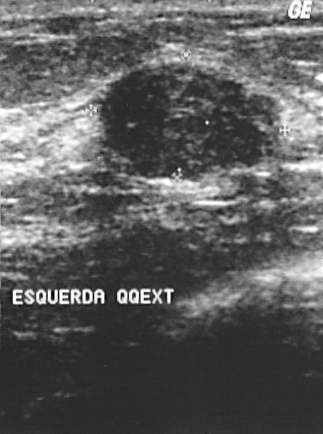
Scanner: GE Logiq 5 @10-12MHz. Modality: B-mode breast ultrasound.
A finding is present on this B-mode breast ultrasound. It was assessed as BI-RADS 2. Biopsy showed fibroadenoma, a benign finding.